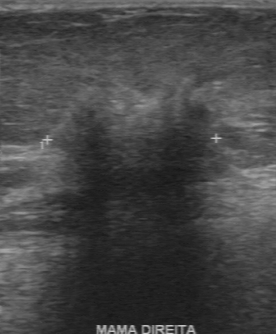
Acquired on GE Logiq 7 @10-14MHz. Modality: breast ultrasound scan.
Breast lesion: malignant on biopsy or follow-up. BI-RADS 4.